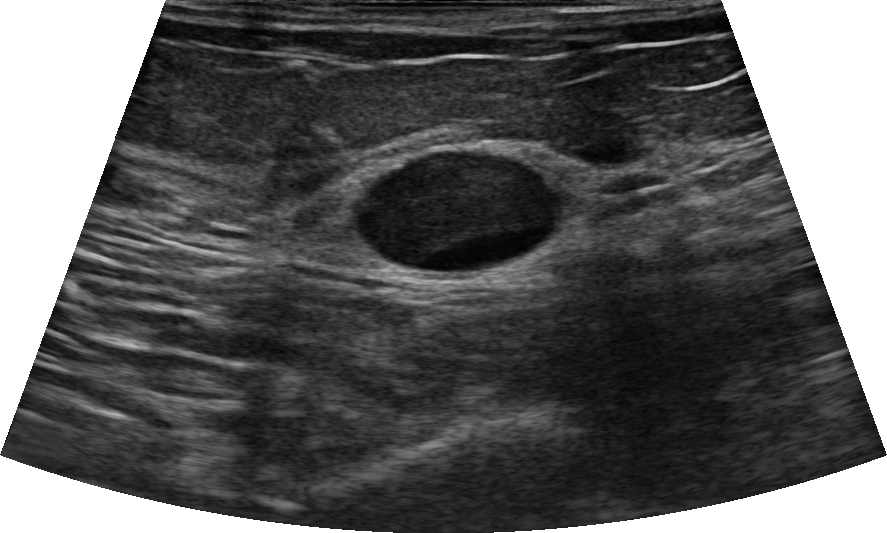
Imaging: B-mode breast ultrasound. Patient age: 87.
Pixel coordinates (x1, y1, x2, y2): Lesion region of interest: (356,149)-(565,278). BI-RADS 4A.